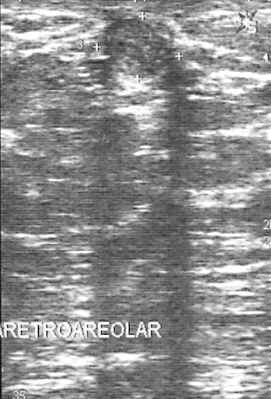
Modality: breast ultrasound scan.
This breast ultrasound scan shows a mass, benign on biopsy or follow-up.